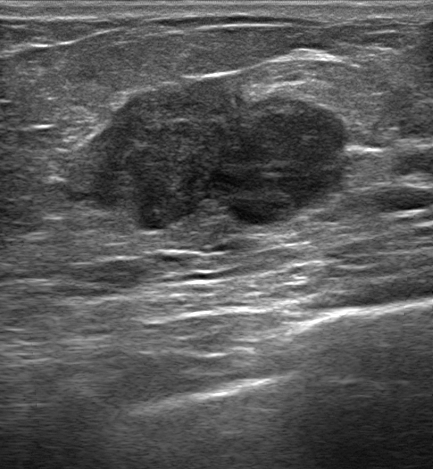
Breast ultrasound image.
Finding: lesion, malignant on biopsy or follow-up. BI-RADS 5.